Breast US. Scanner: GE Logiq 5 @10-12MHz.
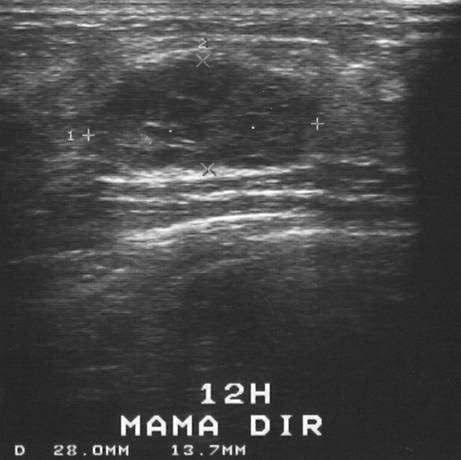
The lesion is assessed as BI-RADS 4.
Biopsy showed fibroadenoma, a benign finding.